Imaging: B-mode breast ultrasound.
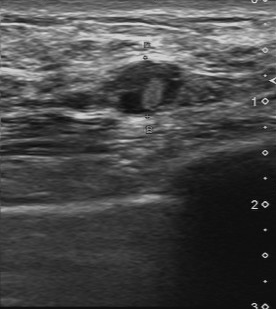
Echo pattern: heterogeneous. Independent BI-RADS assessment: 4A. Lesion boundary: clear. BI-RADS (first reader): 4. Biopsy or follow-up result: benign. Calcifications: none.